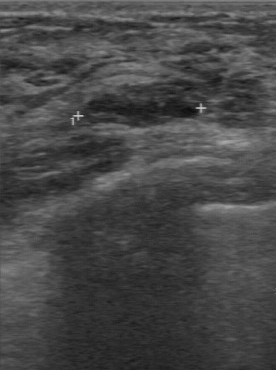
Breast US.
Outcome on biopsy or follow-up: benign.